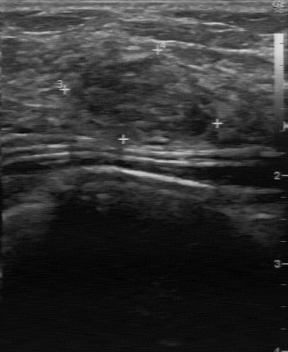
Breast sonogram.
A lesion is seen with independent BI-RADS assessment: 4A.